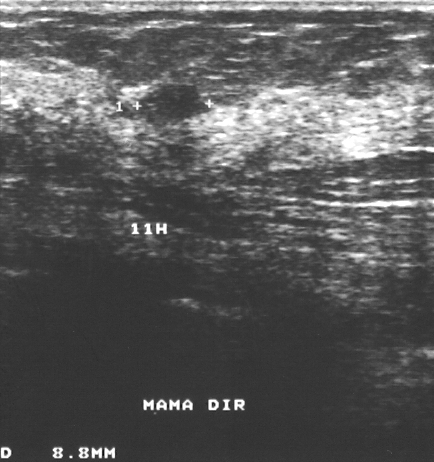
Imaging: B-mode breast ultrasound.
The finding is benign on biopsy or follow-up. (BI-RADS category 3.)